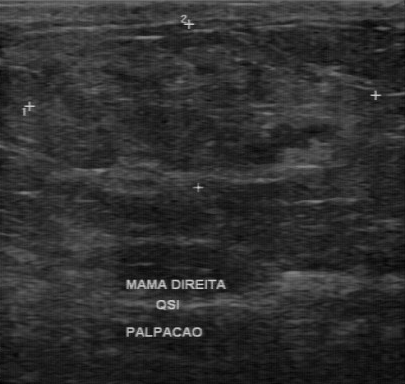
Modality: breast sonogram.
Breast lesion: benign on biopsy or follow-up.